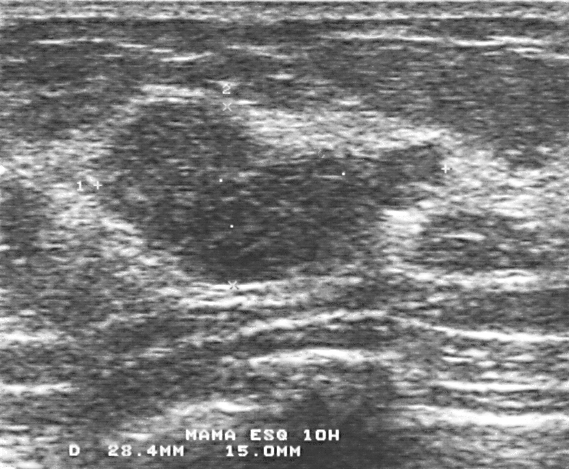
Breast ultrasound scan.
Finding: lesion, benign on biopsy or follow-up. (BI-RADS category 4.)